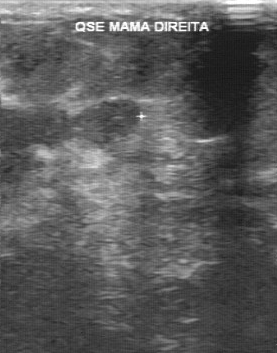
Imaging: breast sonogram.
Lesion boundary: unclear. Internal echoes: heterogeneous. Histopathology is invasive ductal carcinoma. Confirmed outcome (biopsy or follow-up) is malignant. Calcifications: suspected. Margin: irregular.